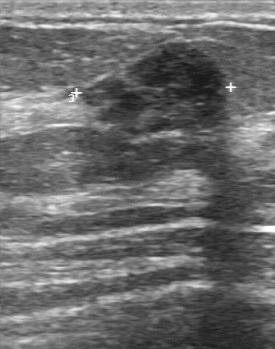
Breast ultrasound.
(coordinates in a 275x349 pixel frame) Finding bounding box: 79 42 230 137. The finding is benign on biopsy or follow-up.